Imaging: B-mode breast ultrasound.
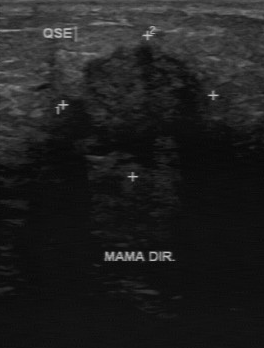
The original reader assigned BI-RADS 4. Descriptors from an independent second read (not the reader who assigned the category): The margin is irregular. The lesion boundary is unclear. Internally the mass is hypoechoic. No calcifications are seen. Biopsy showed invasive ductal carcinoma, a malignant finding.